Modality: breast ultrasound image.
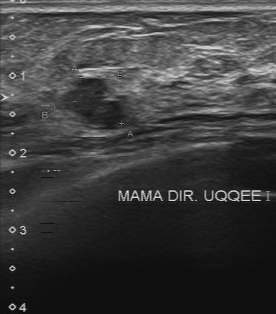
This breast ultrasound image shows a finding with calcifications: absent, hypoechoic echo pattern, partially regular lesion margin, fairly clear lesion boundary, confirmed outcome (biopsy or follow-up): benign.